Imaging: breast ultrasound.
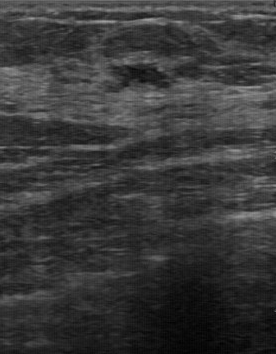
The breast lesion is located within the bounding box 108 63 170 87. The breast lesion is benign on biopsy or follow-up. BI-RADS 3.